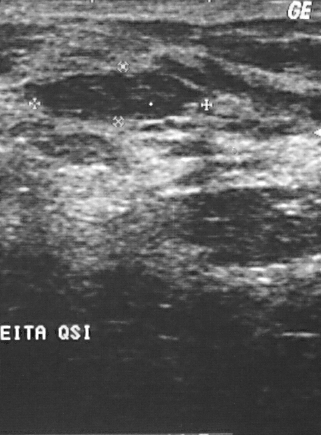
Breast sonogram. Acquired on GE Logiq 5 @10-12MHz.
This breast sonogram shows a finding, benign on biopsy or follow-up. (BI-RADS category 2.)